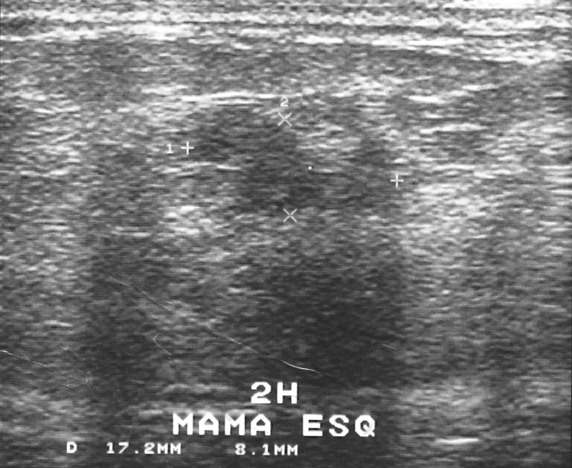
Modality: B-mode breast ultrasound.
A finding is seen. Assessment: BI-RADS 4. Pathology confirmed malignant invasive ductal carcinoma.